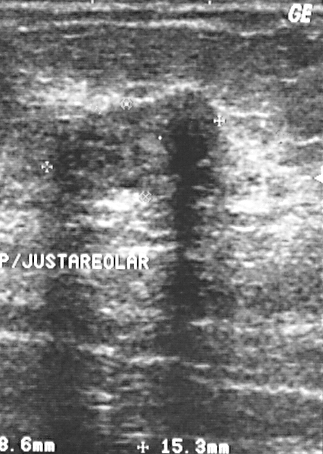
Modality: breast US.
Finding: lesion, benign on biopsy or follow-up. BI-RADS 3.